Imaging: breast ultrasound.
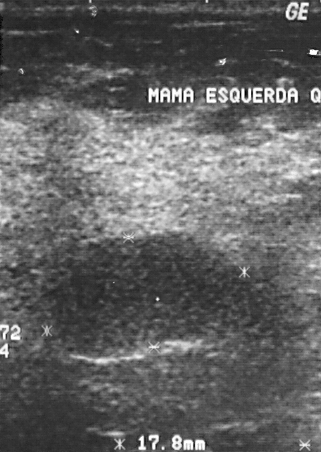
(coordinates in a 321x452 pixel frame) Segment the breast lesion: bounding box [43, 230, 266, 360].